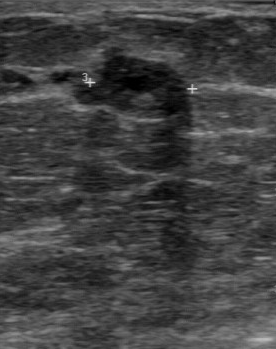
Breast ultrasound scan.
Independent BI-RADS assessment is 3. The contour is regular. Original BI-RADS is 4. Outcome on biopsy or follow-up is benign.